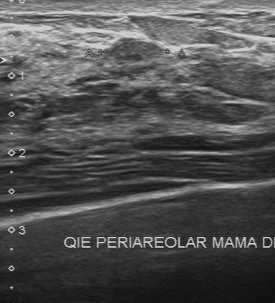
Imaging: breast sonogram.
The original reader assigned BI-RADS 3. A second reader, independent of the original assessment, describes a slightly hypoechoic lesion with a regular margin; the boundary is clear. The biopsy result was fibroadenoma; the lesion is benign.